Imaging: breast US.
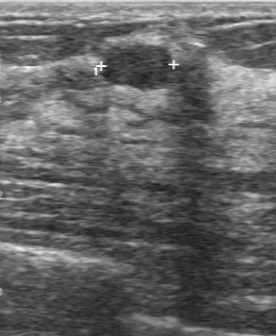
FINDINGS: BI-RADS: 2.
OUTCOME ON BIOPSY OR FOLLOW-UP: benign.